Imaging: breast sonogram.
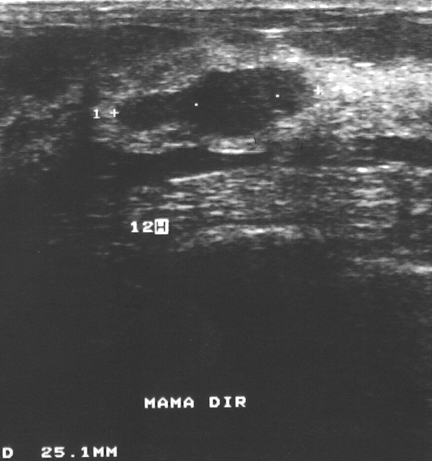
A finding is present on this breast sonogram. It was assessed as BI-RADS 4. Pathology confirmed benign fibroadenoma.